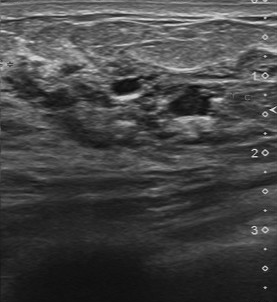
Acquired on Toshiba Aplio 300 @12-14 MHz. Breast ultrasound image.
BI-RADS 5 in the original read. On a second, independent read, a breast lesion with a partially regular margin and a somewhat unclear boundary is seen; it is of mixed cystic and solid echotexture. Pathology confirmed benign hyperplasia.